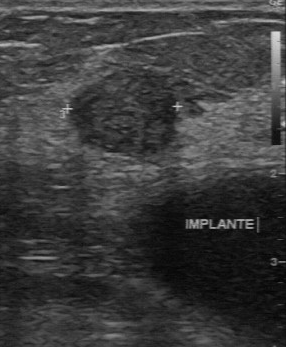
Modality: breast sonogram. Acquired on GE Logiq 7 @10-14MHz.
Lesion characteristics:
- lesion boundary: clear
- lesion margin: regular
- calcifications: absent
- internal echoes: slightly hypoechoic
- biopsy result: fibroadenoma